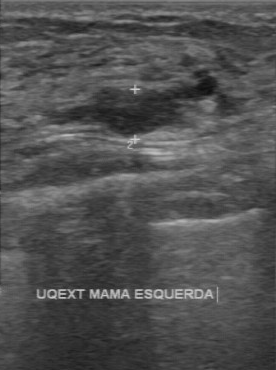
Breast ultrasound scan.
A lesion is seen with clear lesion boundary, calcifications: none, confirmed outcome (biopsy or follow-up): benign, hypoechoic echo pattern, regular margin.